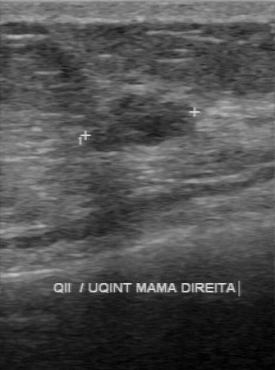
Imaging: breast ultrasound image.
A breast lesion is seen with outcome on biopsy or follow-up: benign, clear boundary, BI-RADS (second read): 3, hypoechoic internal echoes, original BI-RADS: 4.